Scanner: GE Logiq 7 @10-14MHz. Breast ultrasound scan.
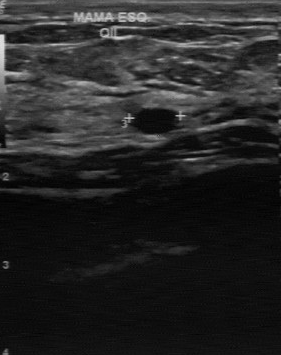
- outcome on biopsy or follow-up: benign
- BI-RADS category: 2
- pathology: cyst